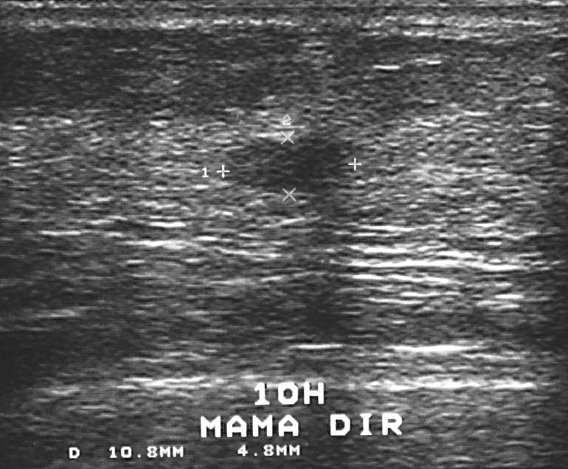
Imaging: breast ultrasound scan.
(coordinates in a 568x469 pixel frame) Breast lesion bounding box: (226, 137) to (340, 193). The breast lesion is benign on biopsy or follow-up. BI-RADS 3.